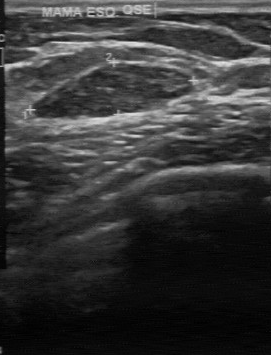
Scanner: GE Logiq 7 @10-14MHz. Imaging: breast ultrasound.
(coordinates in a 271x355 pixel frame) The lesion is located within the bounding box (29,61)-(194,120).